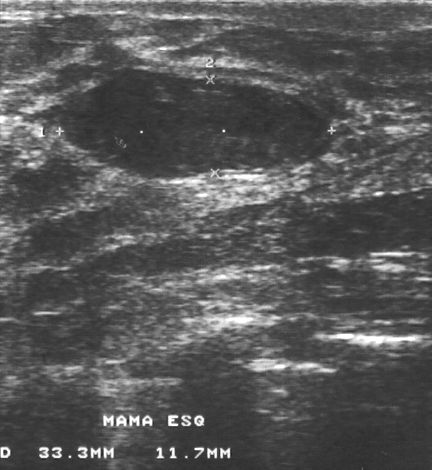
Acquired on GE Logiq 5 @10-12MHz. Imaging: breast sonogram.
Pixel coordinates (x1, y1, x2, y2): Segment the finding: bounding box (62, 70) to (330, 179). The finding is benign on biopsy or follow-up.